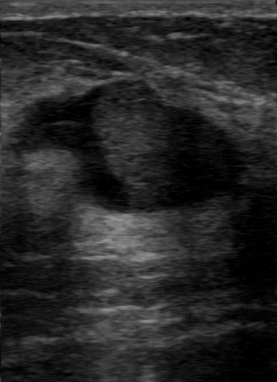
Breast ultrasound image.
Coordinates are pixels in the 277x382 image. Segment the finding: bounding box top-left (60, 80), bottom-right (232, 212). The finding is benign on biopsy or follow-up. BI-RADS 4.